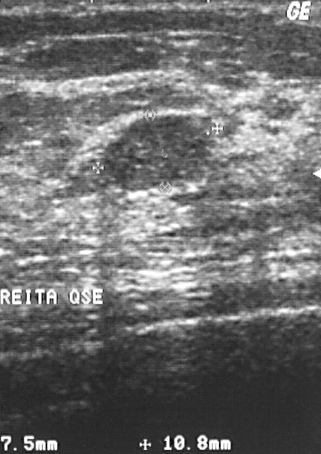
Imaging: breast ultrasound.
This breast ultrasound shows a breast lesion with BI-RADS: 2, confirmed outcome (biopsy or follow-up): benign.